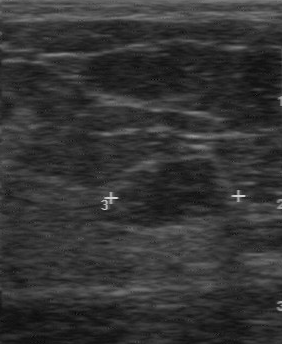
Acquired on GE Logiq 7 @10-14MHz. Modality: breast ultrasound image.
This breast ultrasound image shows a mass, benign on biopsy or follow-up. (BI-RADS category 3.)